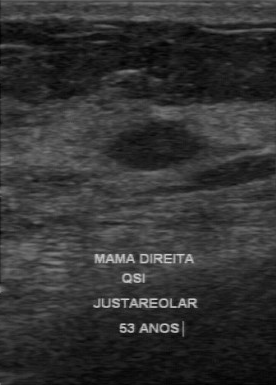
Imaging: breast ultrasound scan.
Breast ultrasound scan findings:
- internal echoes: hypoechoic
- boundary: clear
- margin: regular
- calcifications: absent